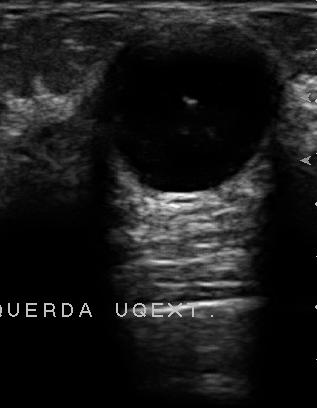
Imaging: B-mode breast ultrasound.
Contour: regular. Confirmed outcome (biopsy or follow-up): benign. Echo pattern: hypoechoic. Calcifications: none. Boundary: fairly clear.
OUTCOME ON BIOPSY OR FOLLOW-UP: benign.